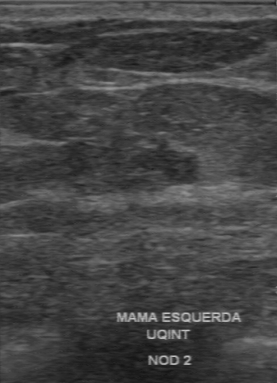
Breast sonogram. Acquired on GE Logiq 7 @10-14MHz.
Coordinates are pixels in the 277x383 image. Segment the mass: bounding box x1=129, y1=148, x2=201, y2=186.